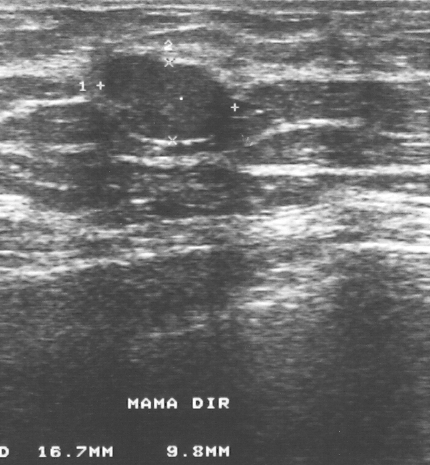
Breast ultrasound.
The finding is assessed as BI-RADS 3. The biopsy result was fibroadenoma; the finding is benign.